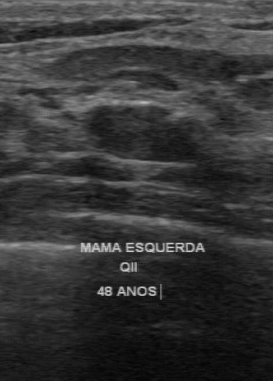
Modality: B-mode breast ultrasound.
The boundary is clear. Calcifications are absent. The echogenicity is hypoechoic. Biopsy or follow-up result: benign. Lesion margin: regular. Pathology: fibroadenoma.